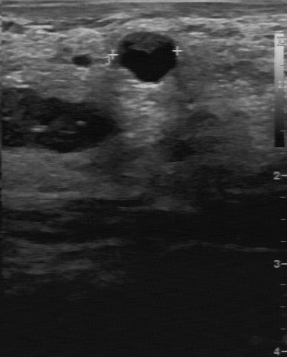
Modality: breast ultrasound.
Outcome on biopsy or follow-up: benign. The echo pattern is hypoechoic. The boundary is clear. Lesion margin is regular. No calcifications are seen.